Breast sonogram.
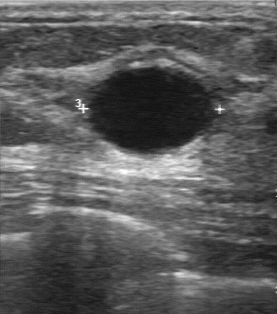
The echo pattern is anechoic. No calcifications are seen. Lesion margin is regular. The boundary is clear.